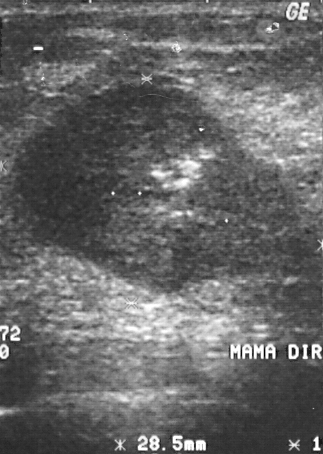
Modality: breast ultrasound.
Pixel coordinates (x1, y1, x2, y2): Lesion region of interest: (13, 83) to (295, 288).